Imaging: breast sonogram.
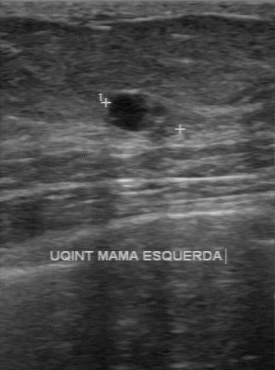
BI-RADS category: 4. Biopsy result: fibroadenoma. Biopsy or follow-up result: benign.